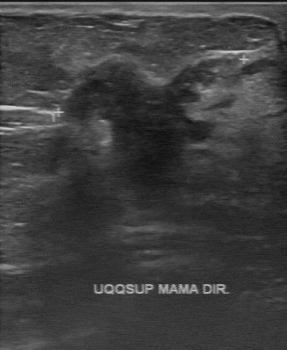
Acquired on GE Logiq 7 @10-14MHz. Modality: breast ultrasound.
Coordinates are pixels in the 287x350 image. The mass is located within the bounding box (61, 53) to (244, 208).